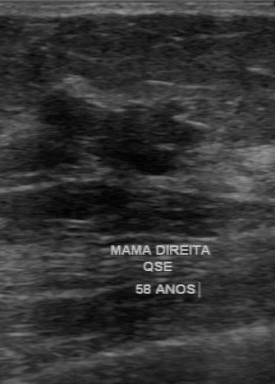
Imaging: breast ultrasound.
The original reader assigned BI-RADS 3. A second, independent read describes the lesion as follows. Its boundary is unclear. Margin: irregular. The lesion is hypoechoic. No calcifications are seen. Histopathology: fibroadenoma (benign).